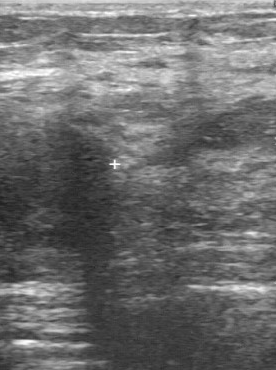
Modality: breast ultrasound scan. Acquired on GE Logiq 7 @10-14MHz.
- echo pattern: slightly hypoechoic
- BI-RADS on independent re-read: 4B
- BI-RADS (first reader): 5